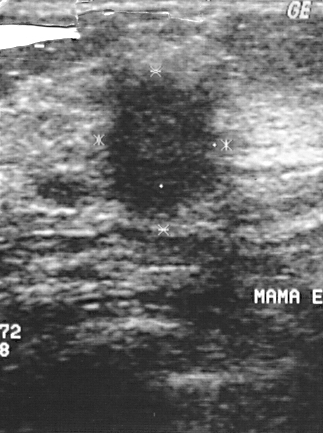
Imaging: breast ultrasound image.
(coordinates in a 323x433 pixel frame) The breast lesion occupies approximately x1=93, y1=65, x2=227, y2=220.